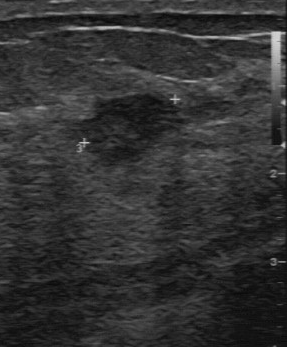
Imaging: B-mode breast ultrasound.
Lesion characteristics:
- BI-RADS category: 4
- biopsy result: intraductal papilloma